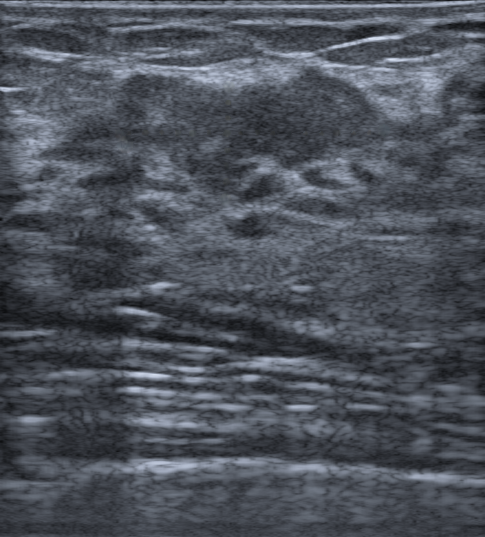
Breast ultrasound scan. Background echotexture is homogeneous: fibroglandular.
It has an oval shape.
Margins are circumscribed.
Echogenicity: heterogeneous.
There are no posterior acoustic features.
There is no echogenic halo.
No calcifications are seen.
There is no skin thickening.
Histopathology: Pseudoangiomatous stromal hyperplasia (PASH).
This breast lesion proved benign on biopsy or follow-up.
Radiologic interpretation: Fibroadenoma; Hamartoma; Adenosis.
BI-RADS assessment: 4A.